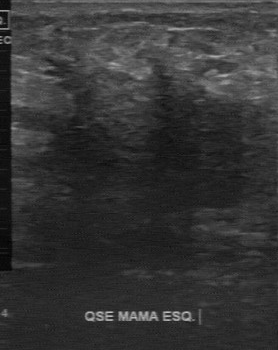
Acquired on GE Logiq 7 @10-14MHz. Breast ultrasound image.
Coordinates are pixels in the 278x350 image. Lesion region of interest: (30,24)-(253,217). The breast lesion is malignant on biopsy or follow-up.